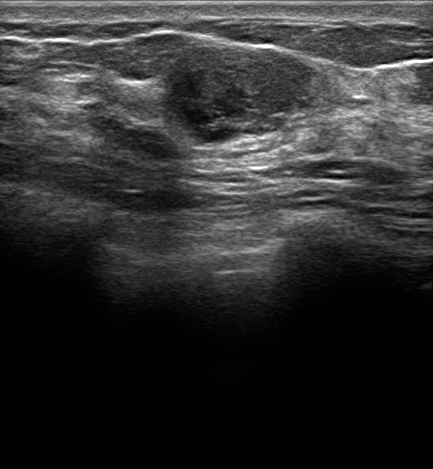
Breast sonogram.
Internally the mass is hypoechoic.
There is no echogenic halo.
There is posterior acoustic enhancement.
There are no calcifications.
There is no skin thickening.
The mass appears irregular.
Margins are not circumscribed, with indistinct features.
Biopsy confirmed fibroadenoma.
BI-RADS category 4B.
The mass is benign on biopsy or follow-up.